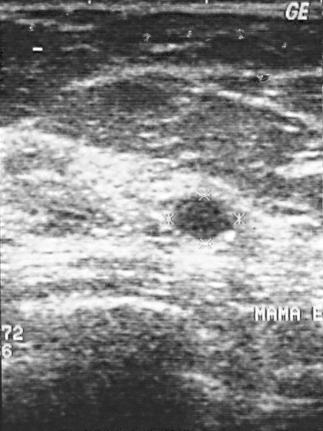
Modality: B-mode breast ultrasound.
B-mode breast ultrasound findings:
- BI-RADS category: 2
- confirmed outcome (biopsy or follow-up): benign